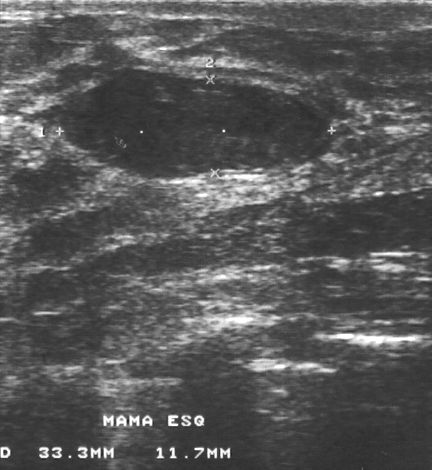
Modality: breast US.
BI-RADS category 2. Biopsy showed fibroadenoma, a benign finding.